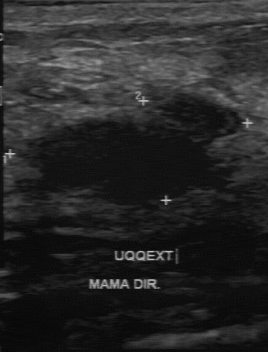
Modality: breast ultrasound image. Scanner: GE Logiq 7 @10-14MHz.
Lesion characteristics:
- original BI-RADS: 4
- contour: partially regular
- independent BI-RADS assessment: 4A